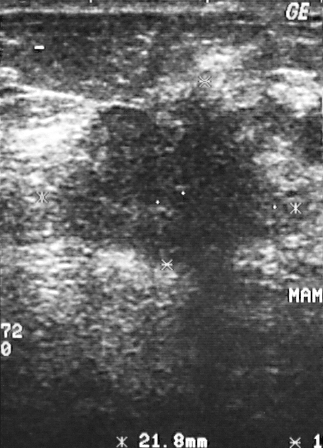
Imaging: breast ultrasound scan. Acquired on GE Logiq 5 @10-12MHz.
A mass is present on this breast ultrasound scan. It was assessed as BI-RADS 4. The biopsy result was invasive ductal carcinoma; the mass is malignant.